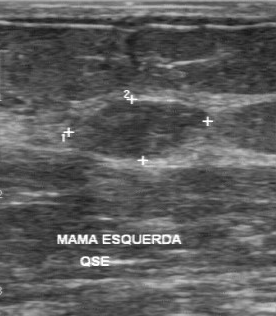
Imaging: breast ultrasound.
Breast ultrasound findings:
- biopsy or follow-up result: benign
- calcifications: none
- boundary: clear
- echogenicity: hypoechoic
- lesion margin: regular
- biopsy result: fibroadenoma